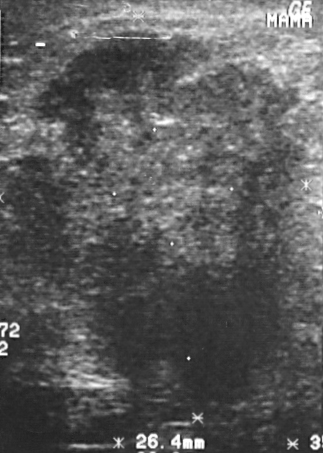
Scanner: GE Logiq 5 @10-12MHz. Modality: breast ultrasound scan.
(coordinates in a 323x453 pixel frame) The mass is located within the bounding box (4, 29) to (303, 407). The mass is malignant on biopsy or follow-up.